Breast ultrasound scan. Scanner: GE Logiq 5 @10-12MHz.
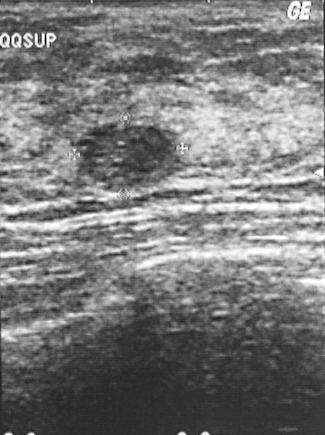
The mass occupies approximately x1=75, y1=124, x2=175, y2=188.